Breast ultrasound image. Scanner: U-Systems @10-14MHz.
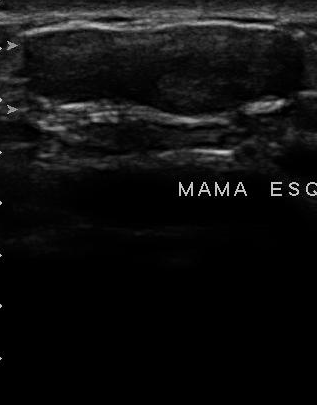
Breast ultrasound image findings:
- BI-RADS: 2